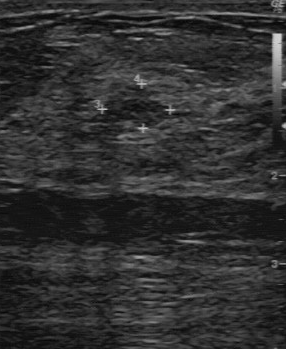
Modality: breast US. Scanner: GE Logiq 7 @10-14MHz.
The biopsy result is fibroadenoma. The original BI-RADS is 4. There are no calcifications. The second-reader BI-RADS is 3. Margin: partially regular.